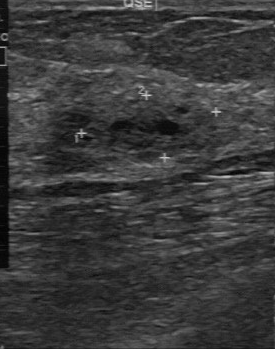
Breast ultrasound scan.
A finding is seen with calcifications: none, second-reader BI-RADS: 3, irregular lesion margin, heterogeneous internal echoes, unclear lesion boundary.